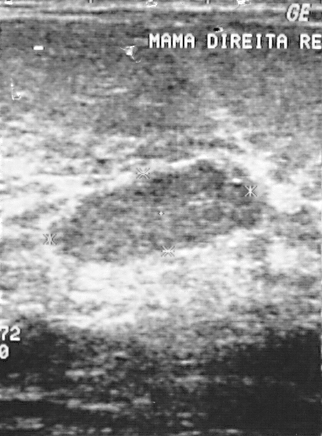
Imaging: breast US.
(coordinates in a 322x436 pixel frame) The finding is located within the bounding box (63,160)-(258,262). The finding is malignant on biopsy or follow-up.